Breast US.
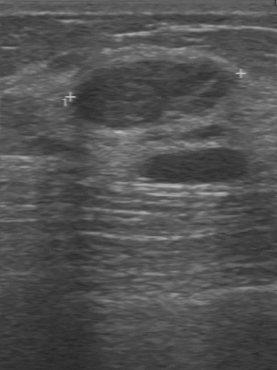
- boundary: clear
- margin: regular
- calcifications: absent
- internal echoes: hypoechoic